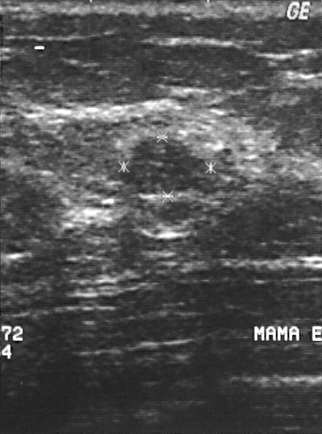
Breast ultrasound image.
This breast ultrasound image shows a lesion. It was assessed as BI-RADS 3. The biopsy result was fibroadenoma; the lesion is benign.